Breast ultrasound.
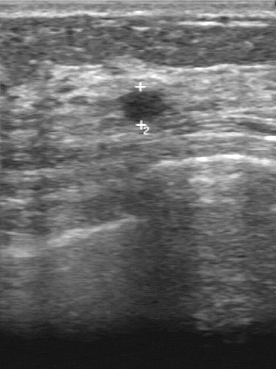
Biopsy or follow-up result: benign.